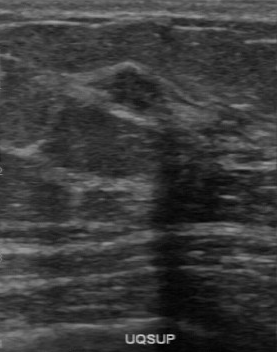
Modality: breast ultrasound image.
Original-read BI-RADS category: 4. A second reader, independent of the original assessment, describes a slightly hypoechoic breast lesion with a partially regular margin; the boundary is fairly clear. There are no calcifications. Pathology confirmed benign sclerosing adenosis.